Modality: breast ultrasound.
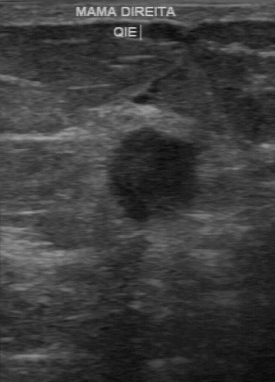
The mass was assessed as BI-RADS 4 by the original reader. On a second read by an independent reader: The mass has a partially regular margin. Boundary: fairly clear. Echo pattern: hypoechoic. Calcifications: none. Biopsy showed invasive ductal carcinoma, a malignant finding.